Breast ultrasound scan. Acquired on GE Logiq 7 @10-14MHz.
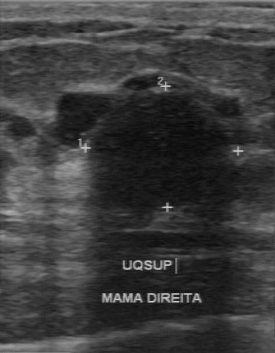
A finding is seen with BI-RADS: 3.